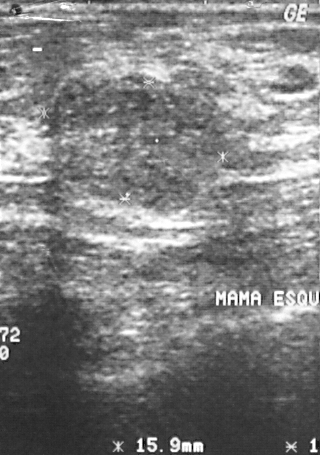
Breast sonogram.
A mass is seen. It was assessed as BI-RADS 2. The biopsy result was fibrocystic changes; the mass is benign.